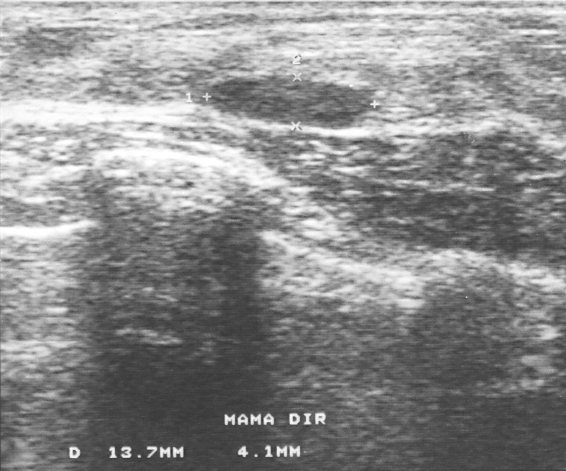
Modality: breast sonogram.
A lesion is seen. Assessment: BI-RADS 2. Biopsy showed fibrocystic changes, a benign finding.